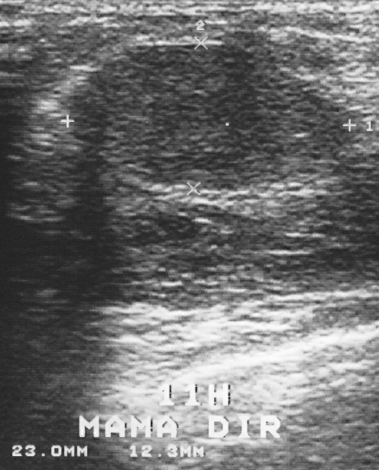
Imaging: breast US. Scanner: GE Logiq 5 @10-12MHz.
The finding demonstrates biopsy result: fibroadenoma, BI-RADS assessment: 3, biopsy or follow-up result: benign.